Acquired on GE Logiq 7 @10-14MHz. Modality: breast sonogram.
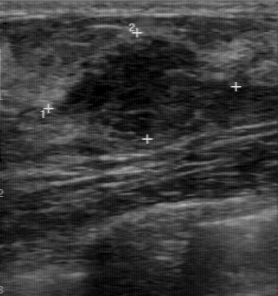
The original reader assigned BI-RADS 4. A second reader, independent of the original assessment, describes a hypoechoic finding with a regular margin; the boundary is fairly clear. Biopsy showed fibroadenoma, a benign finding.